Breast US.
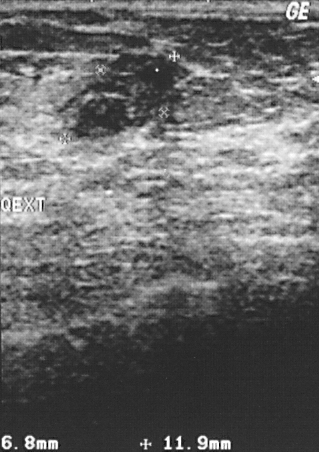
Biopsy or follow-up result: benign. (BI-RADS category 3.)